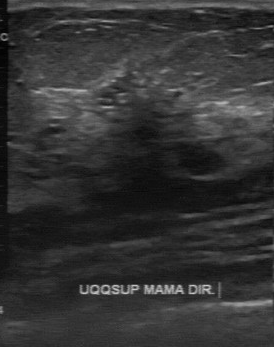
Imaging: breast US. Scanner: GE Logiq 7 @10-14MHz.
- second-reader BI-RADS: 4B
- internal echoes: slightly hypoechoic
- lesion boundary: unclear
- original BI-RADS: 4